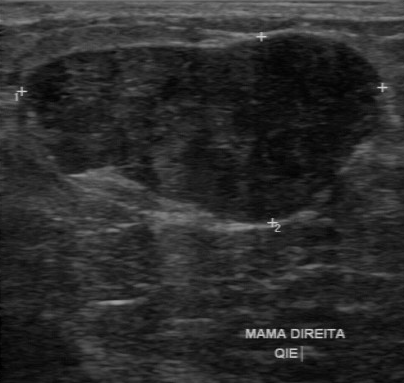
Imaging: breast ultrasound scan.
Original-read BI-RADS category: 3. Findings on the second read (an independent reader): a hypoechoic finding, margin regular, boundary clear. Biopsy showed fibroadenoma, a benign finding.